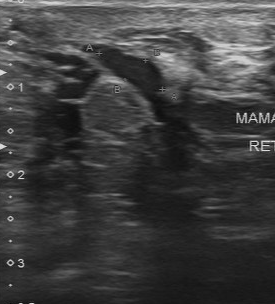
Acquired on Toshiba Aplio 300 @12-14 MHz. Imaging: breast US.
- BI-RADS assessment: 2
- biopsy or follow-up result: benign